Modality: breast sonogram.
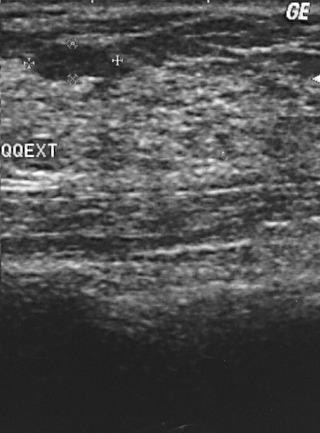
(coordinates in a 320x433 pixel frame) Segment the breast lesion: bounding box (32, 44) to (110, 82). The breast lesion is benign on biopsy or follow-up.